Breast ultrasound. Age 31. Background echotexture is homogeneous: fibroglandular.
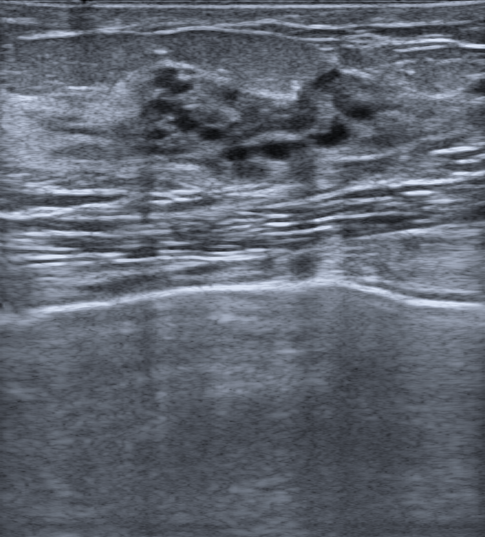
Lesion characteristics:
- skin thickening: absent
- calcifications: none
- posterior features: none
- echogenic halo: none
- outcome on biopsy or follow-up: benign
- lesion shape: oval
- lesion margin: circumscribed
- BI-RADS category: 4A
- biopsy result: Complex sclerosing lesion